Acquired on GE Logiq 5 @10-12MHz. Modality: breast ultrasound image.
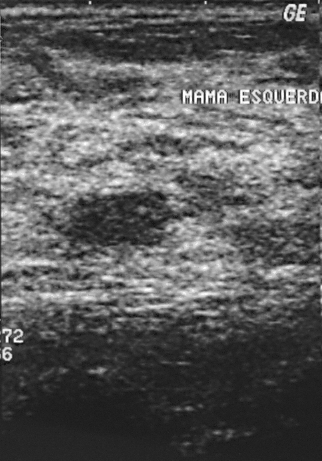
This breast ultrasound image shows a mass, benign on biopsy or follow-up.